Modality: B-mode breast ultrasound.
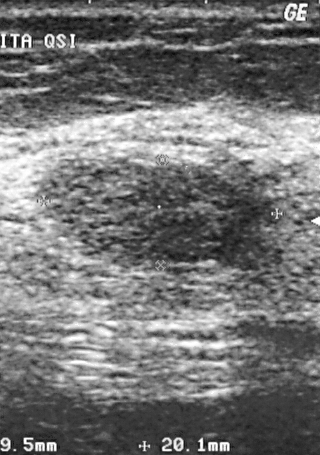
- BI-RADS category: 2